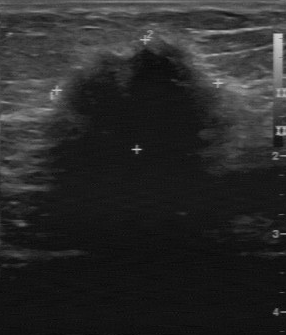
Modality: B-mode breast ultrasound. Acquired on GE Logiq 7 @10-14MHz.
- pathology: invasive lobular carcinoma
- BI-RADS category: 4
- confirmed outcome (biopsy or follow-up): malignant